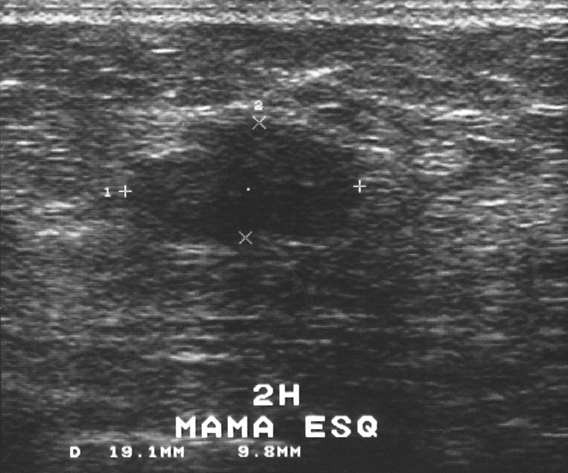
Imaging: B-mode breast ultrasound.
Pathology confirmed fibroadenoma. BI-RADS category 4. The lesion is benign on biopsy or follow-up.